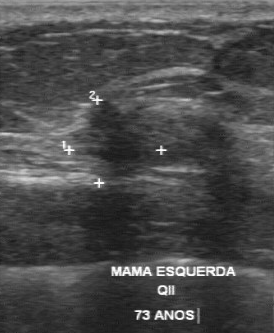
Acquired on GE Logiq 7 @10-14MHz. Imaging: breast sonogram.
BI-RADS 5 in the original read.
A second, independent read describes the breast lesion as follows.
Margin: irregular.
The lesion boundary is somewhat unclear.
Internally the breast lesion is hypoechoic.
There are no calcifications.
Biopsy showed invasive ductal carcinoma, a malignant finding.